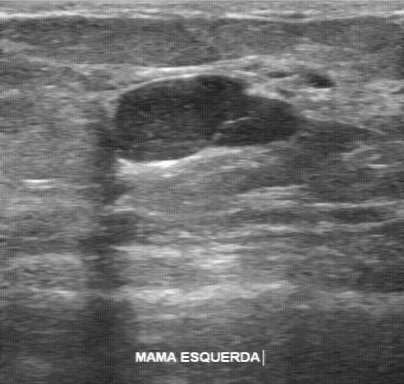
Imaging: breast ultrasound. Scanner: GE Logiq 7 @10-14MHz.
The mass was assessed as BI-RADS 3 by the original reader. On a second read by an independent reader: The margin is regular. Boundary: clear. Internally the mass is hypoechoic. No calcifications are seen. Biopsy showed cyst, a benign finding.